Imaging: breast ultrasound scan.
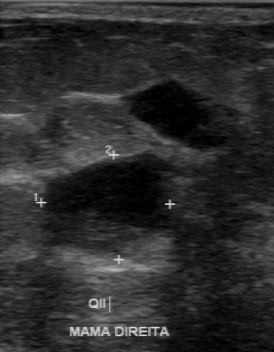
A finding is seen with histopathology: invasive ductal carcinoma, BI-RADS category: 3.